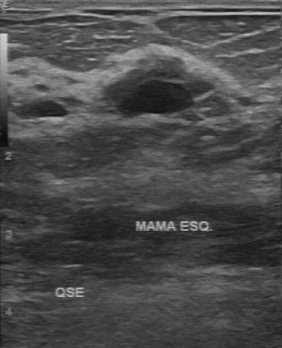
Imaging: breast ultrasound scan.
A lesion is seen with outcome on biopsy or follow-up: benign, BI-RADS assessment: 2.